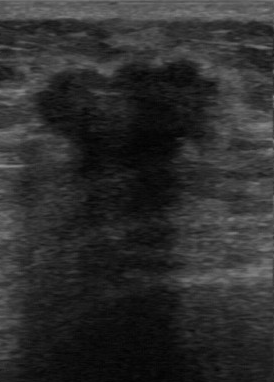
Imaging: breast sonogram. Scanner: GE Logiq 7 @10-14MHz.
Lesion: malignant on biopsy or follow-up.